Breast ultrasound.
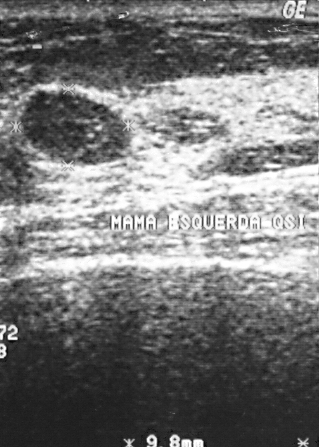
FINDINGS: Histopathology: fibroadenoma. BI-RADS category: 2. Biopsy or follow-up result: benign.
OUTCOME ON BIOPSY OR FOLLOW-UP: benign.